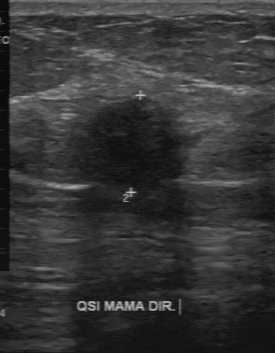
Imaging: breast sonogram.
Finding: lesion, malignant on biopsy or follow-up.